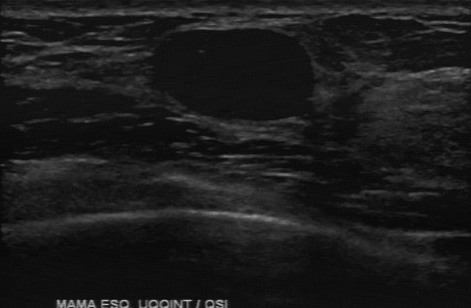
Modality: breast ultrasound scan.
This breast ultrasound scan shows a lesion with hypoechoic echo pattern, calcifications: none, clear lesion boundary, regular lesion margin.